Breast ultrasound scan.
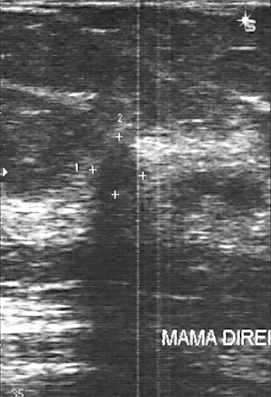
(coordinates in a 271x397 pixel frame) The lesion occupies approximately x1=97, y1=137, x2=146, y2=203.